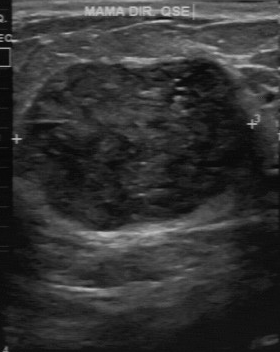
Breast ultrasound scan. Scanner: GE Logiq 7 @10-14MHz.
The lesion occupies approximately x1=15, y1=54, x2=256, y2=231. The lesion is benign on biopsy or follow-up.